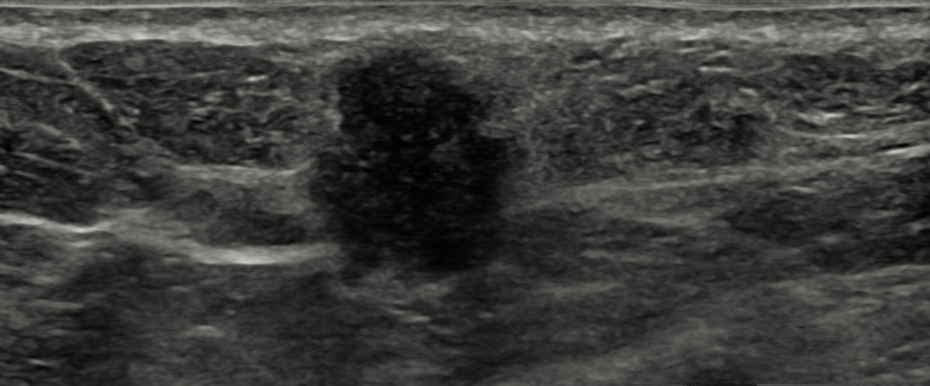
Modality: B-mode breast ultrasound.
Biopsy or follow-up result: malignant. BI-RADS category 4B. The margin is not circumscribed (microlobulated). No echogenic halo is seen. There is no skin thickening. Calcifications: none. The finding appears irregular. There is posterior acoustic enhancement. Its echo pattern is hypoechoic.